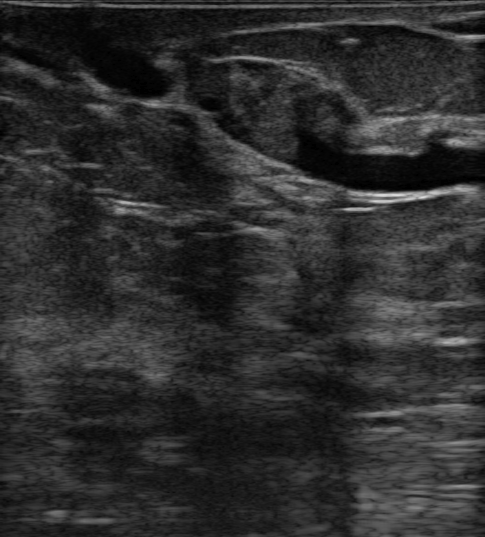
Background echotexture is heterogeneous: predominantly fibroglandular. Modality: breast sonogram.
Posterior features: none. Calcifications: absent. Shape: oval. Echotexture: hyperechoic. Borders: circumscribed. BI-RADS assessment: 4A. Skin thickening: none. Echogenic halo: none.
OUTCOME ON BIOPSY OR FOLLOW-UP: benign.